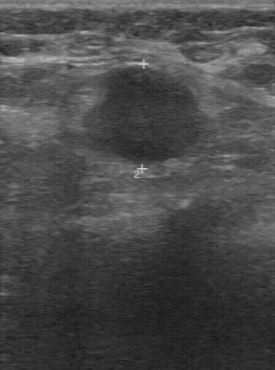
Modality: B-mode breast ultrasound.
FINDINGS: Biopsy or follow-up result: malignant. BI-RADS assessment: 4.
OUTCOME ON BIOPSY OR FOLLOW-UP: malignant.